Imaging: B-mode breast ultrasound.
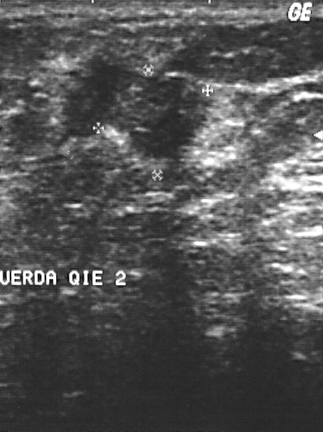
(coordinates in a 323x432 pixel frame) Breast lesion bounding box: top-left (60, 53), bottom-right (212, 163). The breast lesion is malignant on biopsy or follow-up. BI-RADS 4.